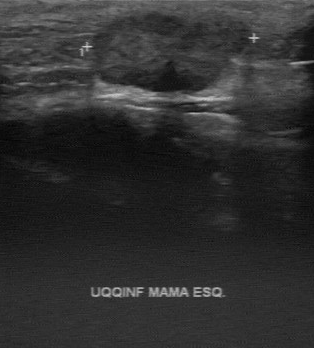
Acquired on GE Logiq 7 @10-14MHz. Modality: breast ultrasound.
BI-RADS 4 in the original read. The following findings are from a second reader, independent of the original assessment. The lesion boundary is clear. The breast lesion is slightly hypoechoic. The breast lesion has a regular margin. Calcifications: none. The biopsy result was invasive ductal carcinoma; the breast lesion is malignant.